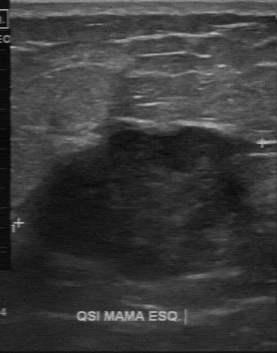
Breast sonogram.
Mass: malignant on biopsy or follow-up. BI-RADS 4.